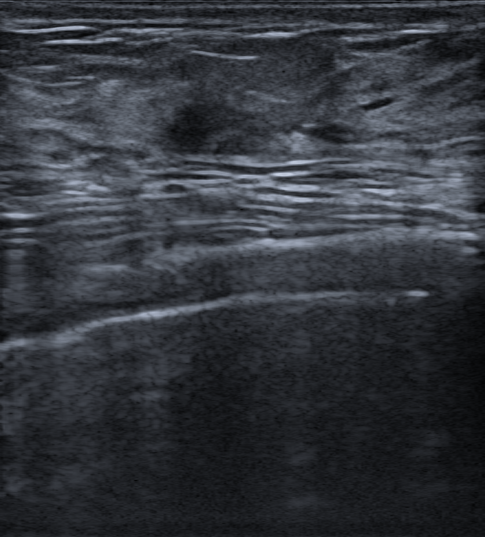
Patient age: 76. Breast ultrasound image.
FINDINGS: Breast ultrasound image. Skin thickening: none. BI-RADS category: 4B. Margin: not circumscribed - indistinct. Shape: irregular. Echogenic halo: present. Echotexture: hypoechoic. Calcifications: none.
OUTCOME ON BIOPSY OR FOLLOW-UP: malignant.